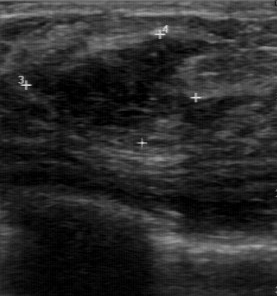
Scanner: GE Logiq 7 @10-14MHz. Modality: B-mode breast ultrasound.
Outcome on biopsy or follow-up: benign. (BI-RADS category 4.)